Scanner: GE Logiq 5 @10-12MHz. Breast sonogram.
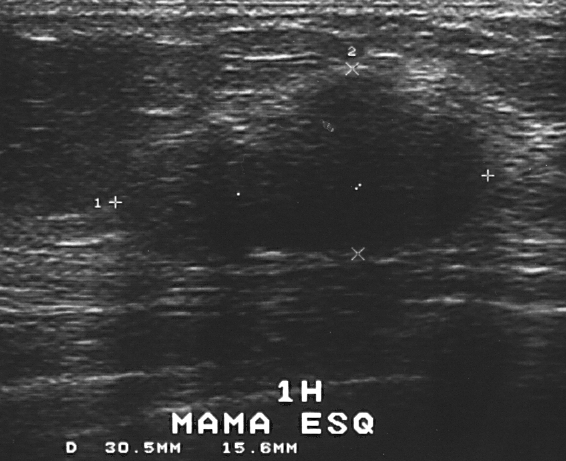
Coordinates are pixels in the 566x461 image. Segment the breast lesion: bounding box (128,73)-(487,263).